Breast ultrasound.
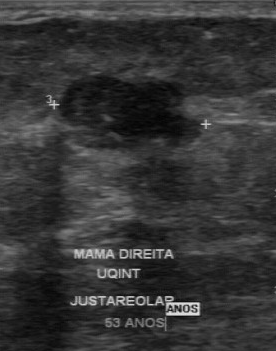
Original-read BI-RADS category: 4. On a second read by an independent reader: Calcification is suspected. The finding has an irregular margin. Its boundary is somewhat unclear. The finding is hypoechoic. Histopathology: invasive ductal carcinoma (malignant).